Imaging: breast ultrasound scan.
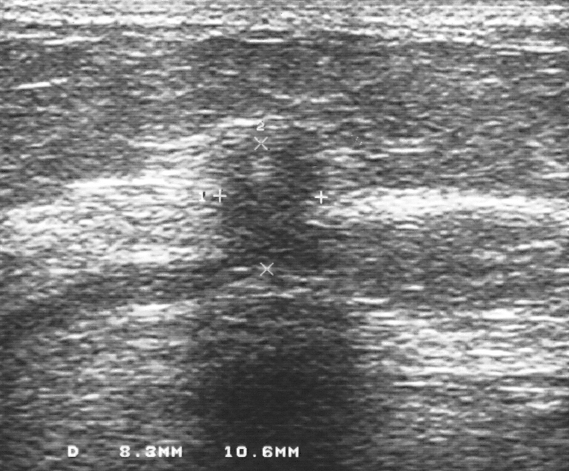
The lesion is malignant on biopsy or follow-up. Assigned BI-RADS 4. The biopsy result was invasive ductal carcinoma; the lesion is malignant.